Modality: B-mode breast ultrasound.
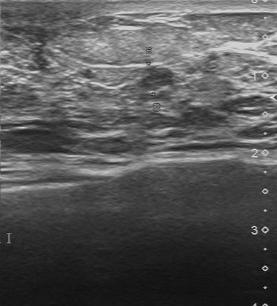
BI-RADS 3 in the original read. On a second read by an independent reader: Margin: regular. Boundary: clear. The finding is slightly hypoechoic. Calcifications: none. Histopathology: fibroadenoma (benign).